Breast ultrasound image.
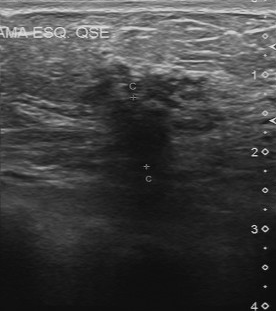
The finding demonstrates calcifications: suspected, irregular lesion margin, hypoechoic echo pattern, outcome on biopsy or follow-up: malignant, unclear boundary.